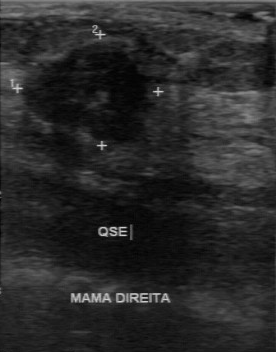
Modality: breast sonogram.
The breast lesion was categorized BI-RADS 4 in the original read. Descriptors from an independent second read (not the reader who assigned the category): Internally the breast lesion is hypoechoic. The lesion boundary is unclear. Calcifications: none. Margin: irregular. The biopsy result was invasive ductal carcinoma; the breast lesion is malignant.